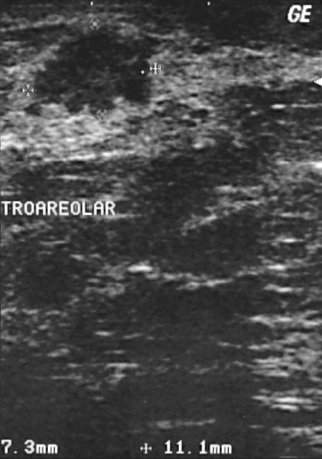
B-mode breast ultrasound.
B-mode breast ultrasound findings:
- BI-RADS category: 4
- outcome on biopsy or follow-up: malignant